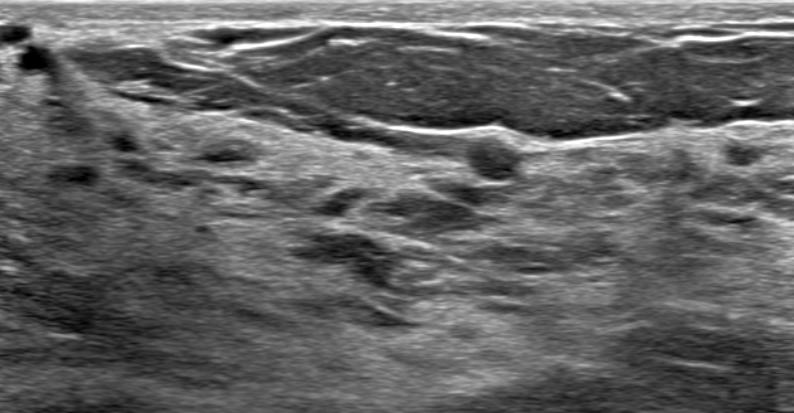
Modality: breast ultrasound scan.
(coordinates in a 794x413 pixel frame) Segment the mass: bounding box 469 134 521 182. The mass is benign on biopsy or follow-up.